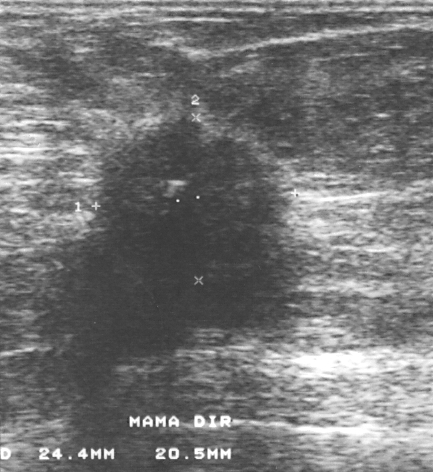
Breast sonogram.
Biopsy or follow-up result: malignant.